Modality: breast sonogram.
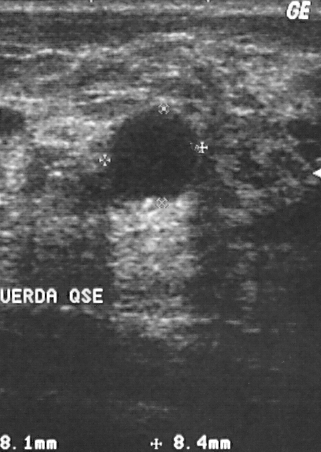
The finding is benign on biopsy or follow-up.
Pathology confirmed cyst.
BI-RADS category 2.